Acquired on GE Logiq 7 @10-14MHz. Imaging: breast sonogram.
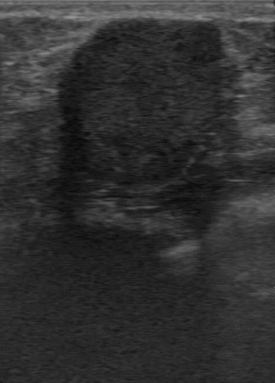
This breast sonogram shows a mass, benign on biopsy or follow-up. BI-RADS 2.